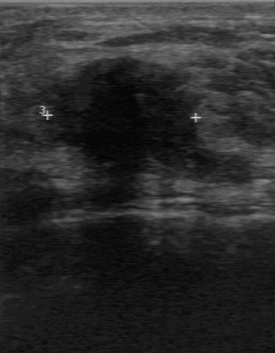
Breast ultrasound scan.
Lesion bounding box: top-left (47, 60), bottom-right (201, 168).